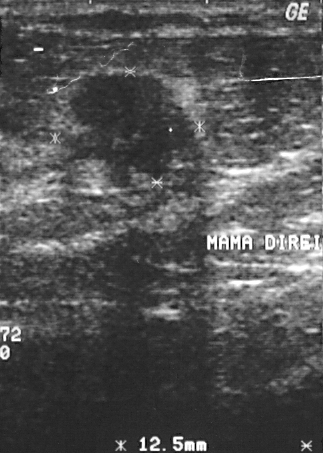
Modality: breast ultrasound.
BI-RADS assessment: 4.
OUTCOME ON BIOPSY OR FOLLOW-UP: malignant.